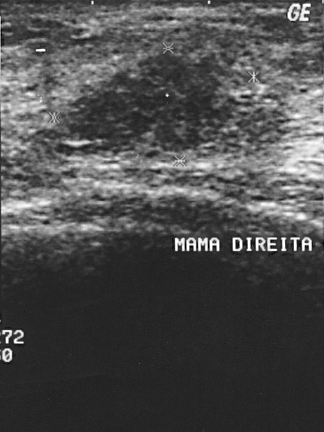
Breast US.
Assigned BI-RADS 4. Histopathology: invasive ductal carcinoma (malignant).